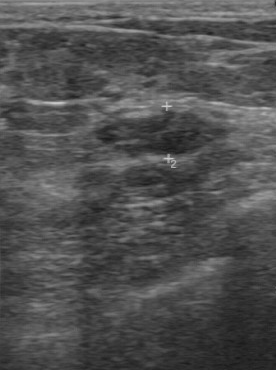
Acquired on GE Logiq 7 @10-14MHz. Modality: breast US.
This breast US shows a lesion with clear lesion boundary, regular margin, calcifications: none, hypoechoic internal echoes.